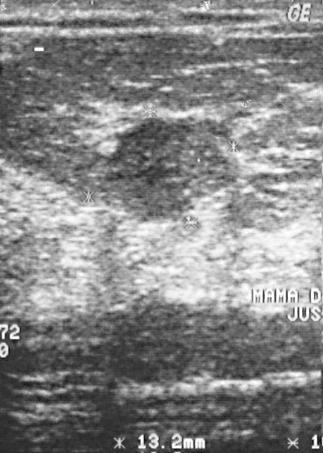
Modality: B-mode breast ultrasound.
Outcome on biopsy or follow-up: benign. BI-RADS: 3.
OUTCOME ON BIOPSY OR FOLLOW-UP: benign.